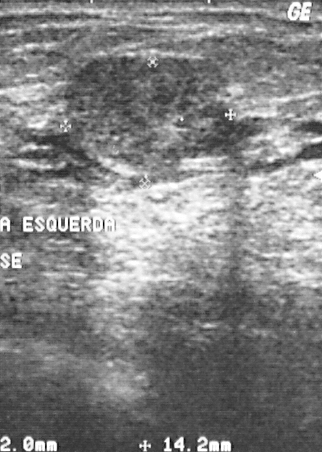
Acquired on GE Logiq 5 @10-12MHz. Modality: breast ultrasound image.
Biopsy or follow-up result: benign.